Modality: B-mode breast ultrasound.
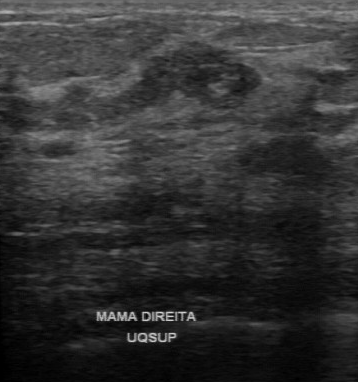
Echogenicity is heterogeneous. Outcome on biopsy or follow-up is malignant. Biopsy result is invasive ductal carcinoma. No calcifications are seen. Boundary is unclear. Lesion margin is irregular.